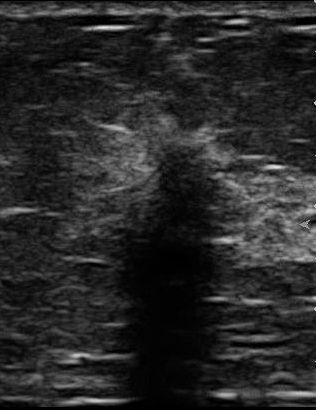
Scanner: U-Systems @10-14MHz. Modality: breast sonogram.
The finding was categorized BI-RADS 5 in the original read.
A second, independent read describes the finding as follows.
The finding is hypoechoic.
Boundary: unclear.
The margin is irregular.
No calcifications are seen.
The biopsy result was invasive ductal carcinoma; the finding is malignant.